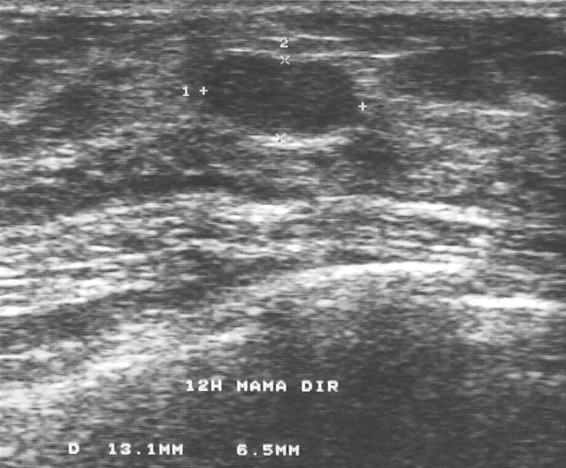
Breast ultrasound image.
Outcome on biopsy or follow-up: benign.